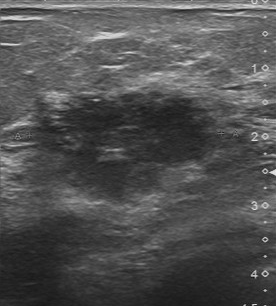
Modality: B-mode breast ultrasound.
The mass was categorized BI-RADS 5 in the original read. The following findings are from a second reader, independent of the original assessment. Margin: irregular. The lesion boundary is unclear. Echo pattern: slightly hypoechoic. Calcification is suspected. Biopsy showed invasive ductal carcinoma, a malignant finding.